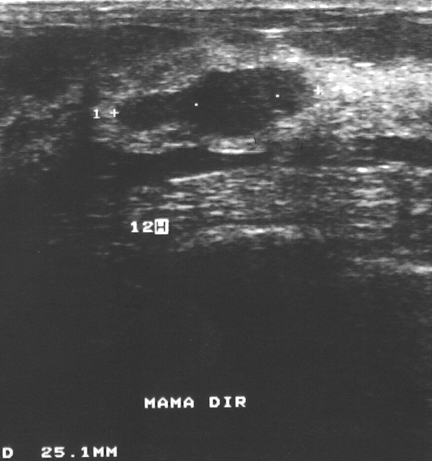
Modality: breast US.
Biopsy or follow-up result: benign.